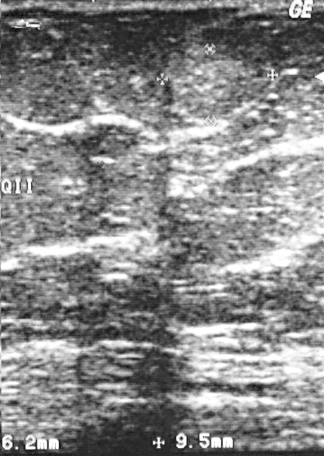
Breast ultrasound image.
Biopsy or follow-up result: benign.